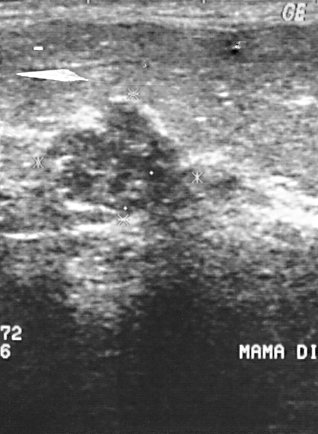
Modality: breast US. Acquired on GE Logiq 5 @10-12MHz.
This breast US shows a finding. Assessment: BI-RADS 4. Histopathology: intraductal papilloma (benign).